Scanner: GE Logiq 7 @10-14MHz. Imaging: breast sonogram.
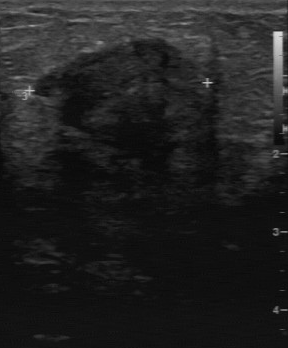
BI-RADS 4 in the original read. On a second read by an independent reader: Its boundary is unclear. The margin is irregular. Calcifications: none. The finding is slightly hypoechoic. The biopsy result was invasive ductal carcinoma; the finding is malignant.